Modality: breast ultrasound.
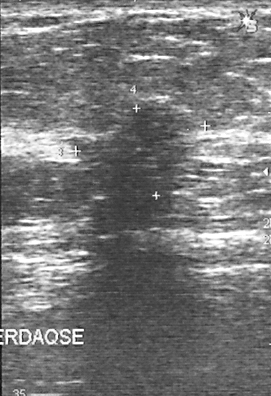
This breast ultrasound shows a mass, malignant on biopsy or follow-up.